Imaging: breast ultrasound.
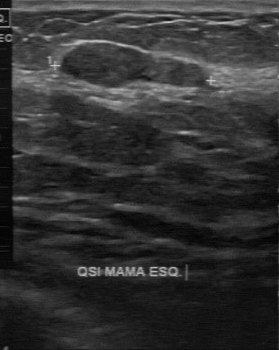
- BI-RADS: 3
- confirmed outcome (biopsy or follow-up): benign